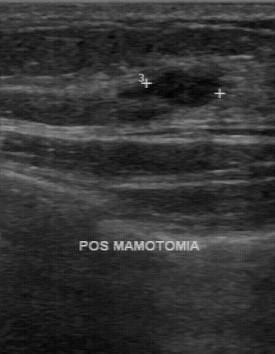
Breast US.
Lesion region of interest: 147 71 221 107. The finding is benign on biopsy or follow-up.